66-year-old patient. Modality: breast sonogram.
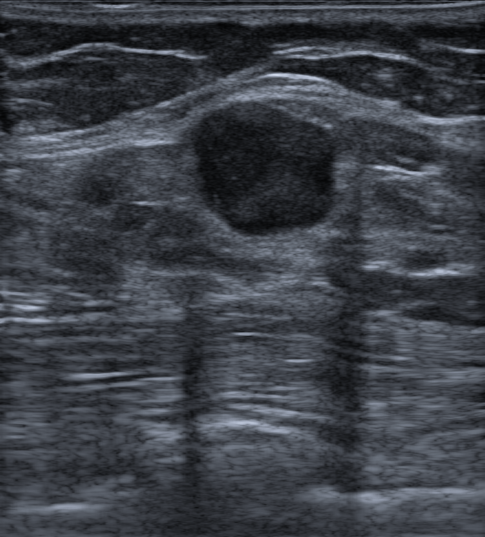
Echogenicity: hypoechoic.
Echogenic halo: absent.
Posterior features: none.
No calcifications are seen.
Skin thickening: none.
The breast lesion appears oval.
The breast lesion has a circumscribed margin.
Biopsy confirmed fibroadenoma.
Radiologist's impression: Suspicion of malignancy; Fibroadenoma.
The breast lesion is assessed as BI-RADS 4B.